Modality: B-mode breast ultrasound.
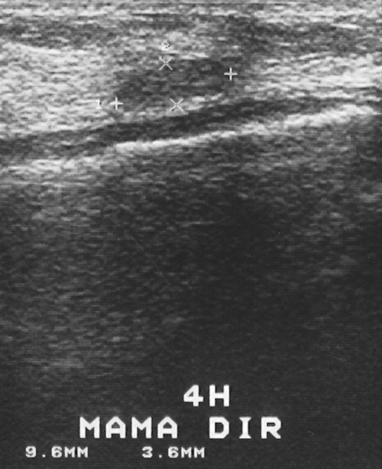
(coordinates in a 382x469 pixel frame) Lesion region of interest: [116, 60, 225, 111].